Imaging: breast ultrasound image.
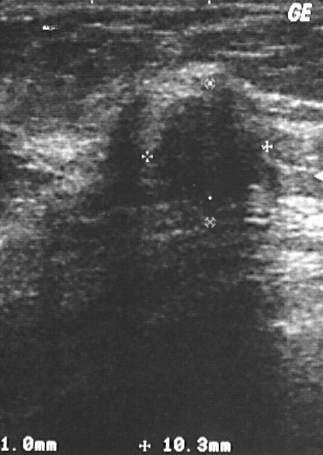
A finding is present on this breast ultrasound image. BI-RADS category 4. Histopathology: invasive ductal carcinoma (malignant).